Breast ultrasound.
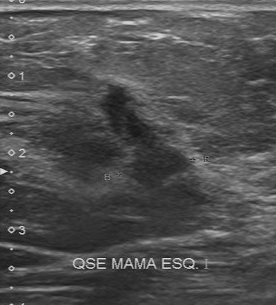
This breast ultrasound shows a finding with biopsy result: invasive ductal carcinoma, calcifications: absent, unclear lesion boundary, BI-RADS (first reader): 4, second-reader BI-RADS: 4B, irregular contour.